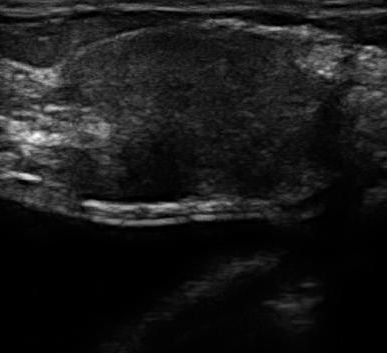
Imaging: breast US.
BI-RADS 4 in the original read; on a second read the margin is irregular, the boundary unclear and the mass slightly hypoechoic. Calcification is suspected. Pathology confirmed malignant invasive ductal carcinoma.